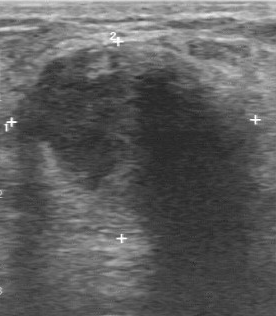
Scanner: GE Logiq 7 @10-14MHz. Breast ultrasound scan.
FINDINGS: Boundary: somewhat unclear. Outcome on biopsy or follow-up: benign. BI-RADS (second read): 4A. Original BI-RADS: 4.
OUTCOME ON BIOPSY OR FOLLOW-UP: benign.